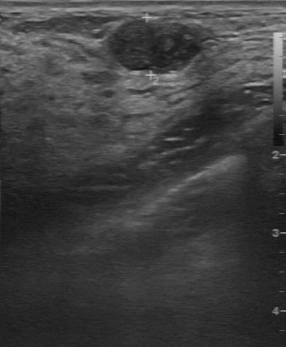
Breast sonogram. Scanner: GE Logiq 7 @10-14MHz.
(coordinates in a 286x347 pixel frame) The finding occupies approximately (111, 21) to (202, 70). The finding is benign on biopsy or follow-up. BI-RADS 3.